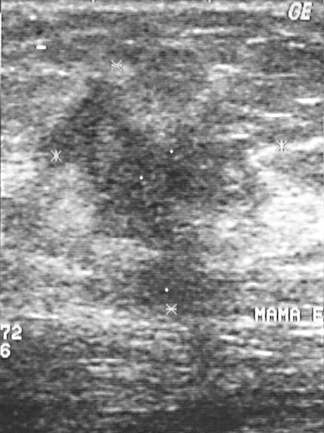
Breast ultrasound. Acquired on GE Logiq 5 @10-12MHz.
A lesion is present on this breast ultrasound. Assessment: BI-RADS 5. Pathology confirmed malignant invasive ductal carcinoma.